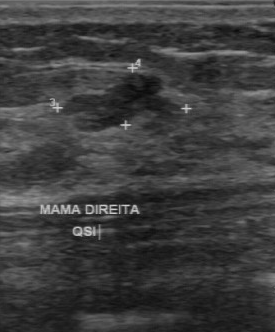
Imaging: breast sonogram. Scanner: GE Logiq 7 @10-14MHz.
Outcome on biopsy or follow-up: benign. BI-RADS 3.